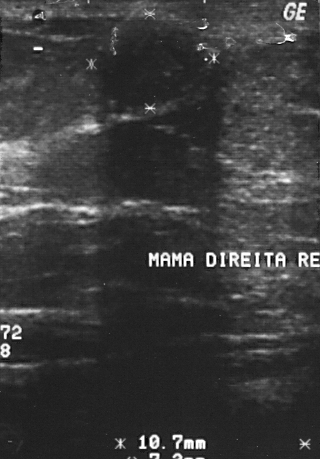
Imaging: breast US.
FINDINGS: BI-RADS category: 3.
OUTCOME ON BIOPSY OR FOLLOW-UP: benign.